Background echotexture is heterogeneous: predominantly fibroglandular. Breast ultrasound scan. Age 43.
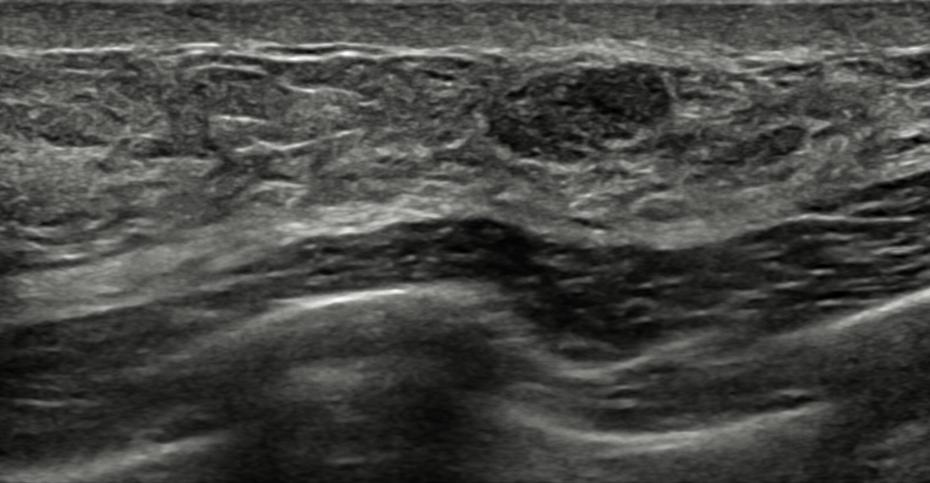
Biopsy or follow-up result: benign. Assigned BI-RADS 4A. Biopsy confirmed fibroadenoma. The mass appears oval. Margin: circumscribed. Echogenicity: complex cystic and solid. Posterior features: enhancement. No echogenic halo is seen. Calcifications: in a mass. No skin thickening is seen.